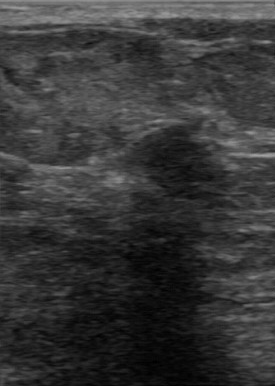
Scanner: GE Logiq 7 @10-14MHz. Imaging: B-mode breast ultrasound.
Biopsy result is fibroadenoma. Contour is regular. Lesion boundary is clear. The confirmed outcome (biopsy or follow-up) is benign. Echo pattern: hypoechoic. No calcifications are seen.